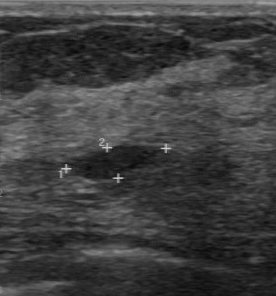
Modality: breast ultrasound.
Confirmed outcome (biopsy or follow-up) is benign. BI-RADS assessment: 3. Pathology: hyperplasia.